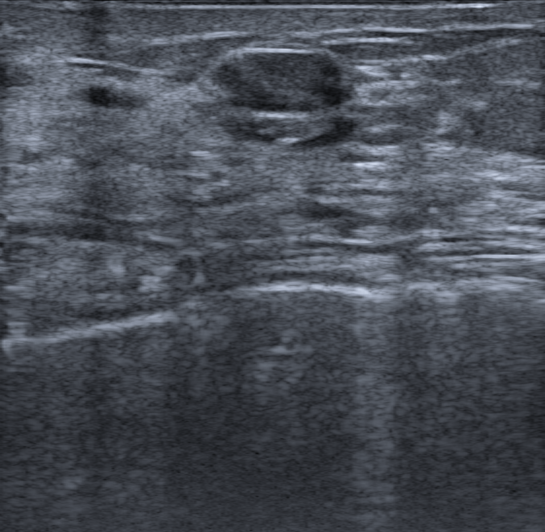
Imaging: breast US. 74-year-old patient.
Finding: breast lesion, benign on biopsy or follow-up.